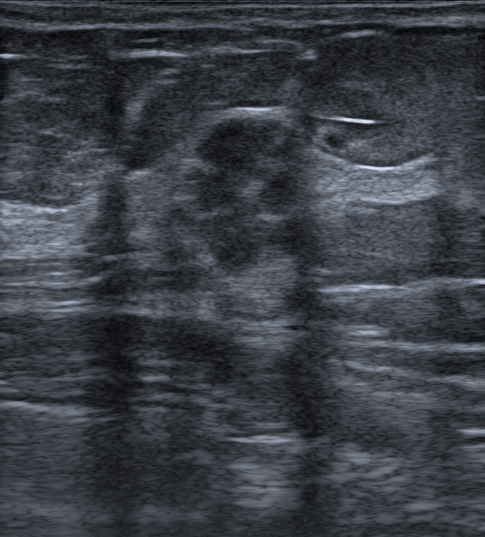
Modality: breast ultrasound scan.
Biopsy or follow-up result: malignant.